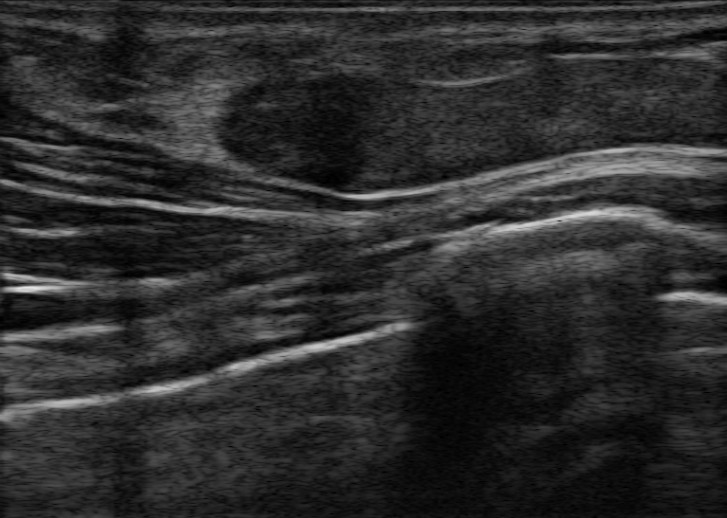
Modality: breast ultrasound scan. 45-year-old patient.
(coordinates in a 727x518 pixel frame) The mass occupies approximately [207, 67, 391, 193]. The mass is malignant on biopsy or follow-up.